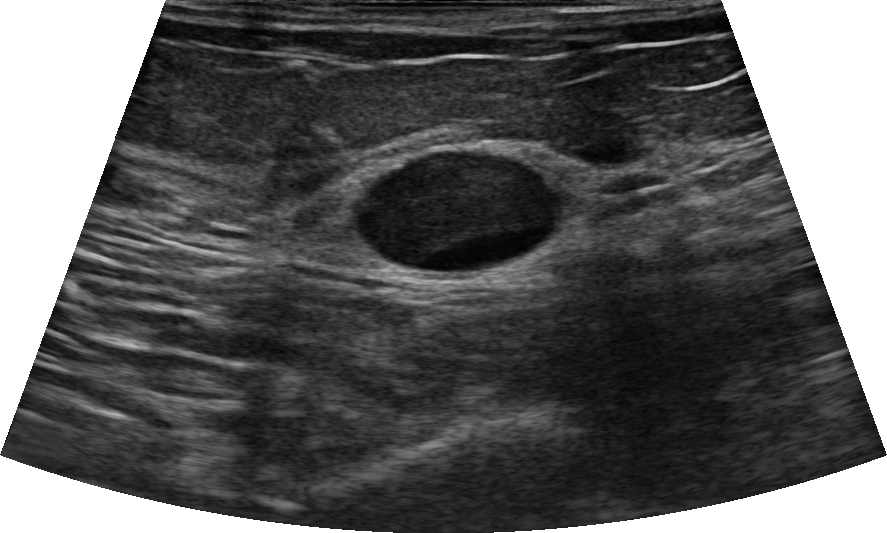
87-year-old patient. Background echotexture is homogeneous: fat. Breast US.
The pathology is Simple cyst. The shape is oval. Posterior acoustic features: absent. BI-RADS assessment is 4A. Borders: circumscribed. There is no skin thickening. There is no echogenic halo. Calcifications: absent. The echo pattern is heterogeneous.